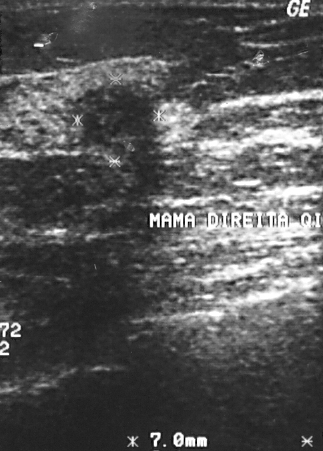
Modality: breast ultrasound.
A breast lesion is present on this breast ultrasound. Assessment: BI-RADS 4. Histopathology: invasive ductal carcinoma (malignant).